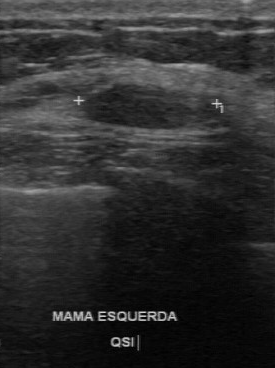
Modality: breast US.
- biopsy or follow-up result: benign
- BI-RADS (second read): 3
- pathology: fibroadenoma